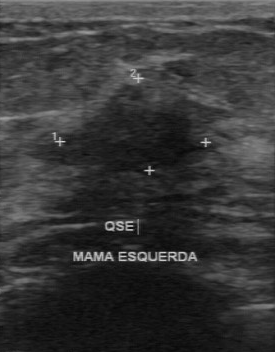
Imaging: breast sonogram.
Lesion characteristics:
- calcifications: none
- independent BI-RADS assessment: 4A
- confirmed outcome (biopsy or follow-up): benign